Modality: breast ultrasound scan.
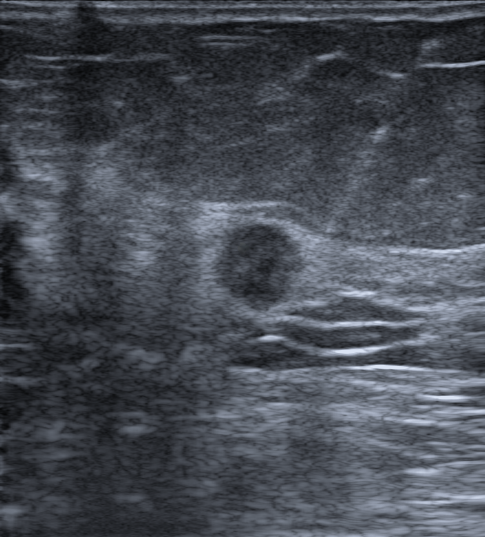
Verification: confirmed by biopsy. There is no echogenic halo. Skin thickening is absent. There are no posterior acoustic features. Calcifications: none. The pathology is Invasive carcinoma of no special type (NST). BI-RADS category is 4C. Margin: not circumscribed - microlobulated and indistinct. The lesion shape is round. Echotexture: hypoechoic. Biopsy or follow-up result: malignant.